Imaging: breast ultrasound image. Scanner: GE Logiq 7 @10-14MHz.
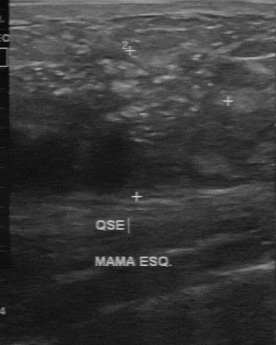
Breast ultrasound image findings:
- independent BI-RADS assessment: 4C